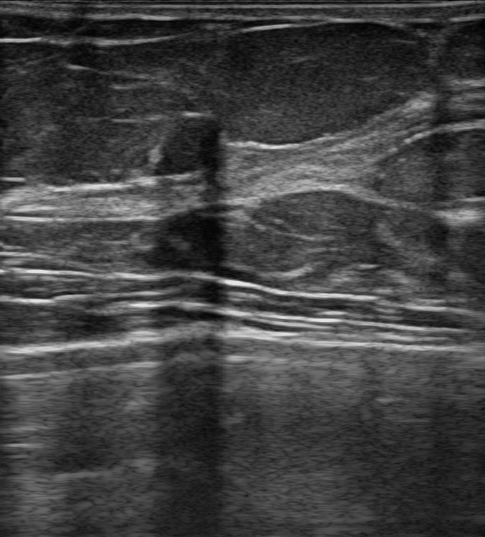
Modality: breast ultrasound image. Patient age: 46.
Posterior features: shadowing.
There are no calcifications.
The margin is circumscribed.
There is no skin thickening.
There is no echogenic halo.
The breast lesion is oval in shape.
Internally the breast lesion is hypoechoic.
Biopsy result: Fibroadenoma.
The breast lesion is benign on biopsy or follow-up.
Differential on reading: Complex cyst / Non-simple cyst; Cyst filled with thick fluid; Fibroadenoma; Intraductal papilloma.
BI-RADS assessment: 4A.